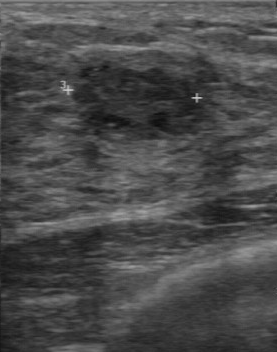
B-mode breast ultrasound. Scanner: GE Logiq 7 @10-14MHz.
The lesion demonstrates BI-RADS: 4.